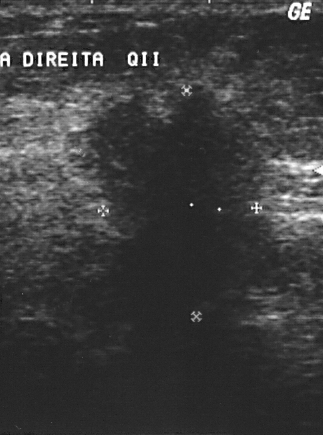
Imaging: breast ultrasound image. Acquired on GE Logiq 5 @10-12MHz.
This breast ultrasound image shows a breast lesion, malignant on biopsy or follow-up. BI-RADS 5.